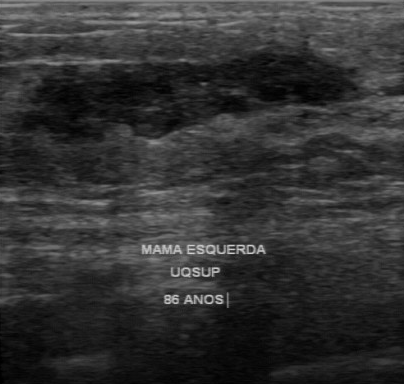
Imaging: breast ultrasound image.
Coordinates are pixels in the 404x384 image. The finding occupies approximately top-left (28, 48), bottom-right (358, 143). The finding is malignant on biopsy or follow-up. BI-RADS 4.